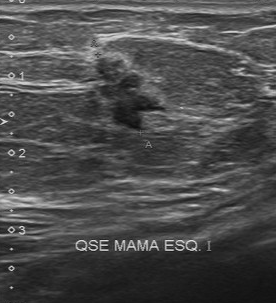
Acquired on Toshiba Aplio 300 @12-14 MHz. Imaging: breast sonogram.
Coordinates are pixels in the 276x303 image. Finding bounding box: (94,56)-(169,131).